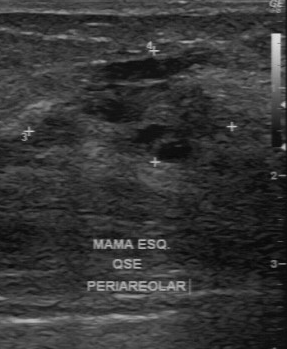
Breast ultrasound image.
The mass is benign on biopsy or follow-up. BI-RADS 4.